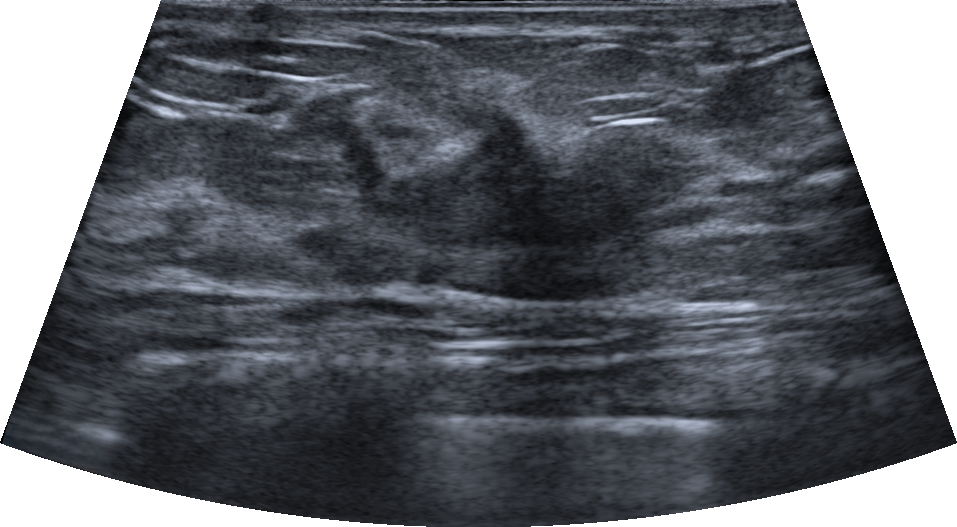
Modality: breast sonogram.
Pixel coordinates (x1, y1, x2, y2): Breast lesion bounding box: x1=295, y1=98, x2=733, y2=307.